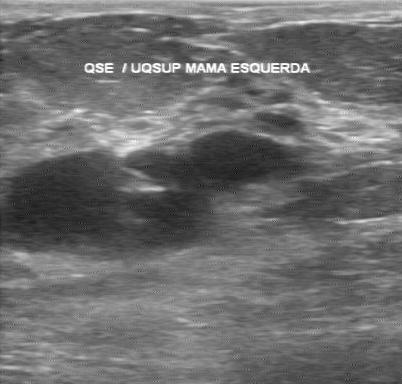
Modality: breast ultrasound.
A lesion is seen with BI-RADS assessment: 2.